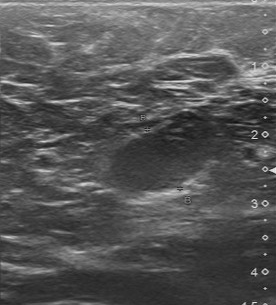
Modality: B-mode breast ultrasound. Scanner: Toshiba Aplio 300 @12-14 MHz.
The lesion was categorized BI-RADS 4 in the original read. Descriptors from an independent second read (not the reader who assigned the category): There are no calcifications. Its boundary is clear. The lesion has a regular margin. The lesion is hypoechoic. Biopsy showed hyperplasia, a benign finding.